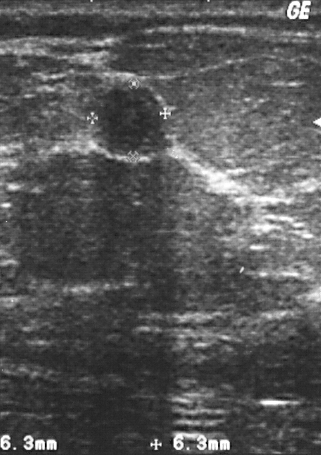
Imaging: B-mode breast ultrasound.
FINDINGS: B-mode breast ultrasound. BI-RADS category: 2. Confirmed outcome (biopsy or follow-up): benign.
OUTCOME ON BIOPSY OR FOLLOW-UP: benign.